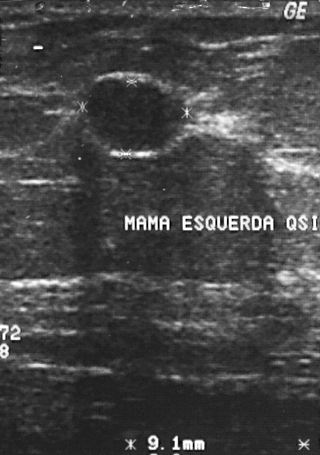
Imaging: breast ultrasound scan.
The breast lesion is assessed as BI-RADS 2. This breast lesion proved benign on biopsy or follow-up. Biopsy showed fibroadenoma, a benign finding.